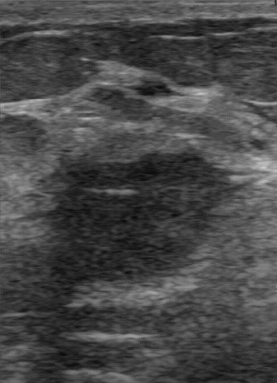
Imaging: breast sonogram.
The finding was categorized BI-RADS 4 in the original read.
The following findings are from a second reader, independent of the original assessment.
Echo pattern: hypoechoic.
Boundary: somewhat unclear.
The margin is irregular.
There are no calcifications.
Histopathology: invasive ductal carcinoma (malignant).